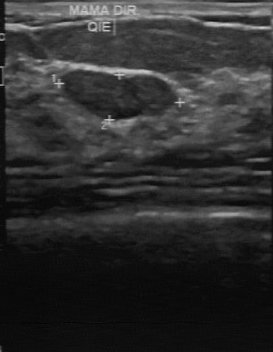
Imaging: breast sonogram.
FINDINGS: Breast sonogram. Pathology: fibroadenoma. BI-RADS (first reader): 3. Lesion margin: regular. Biopsy or follow-up result: benign. Calcifications: absent. Lesion boundary: clear. Independent BI-RADS assessment: 3.
OUTCOME ON BIOPSY OR FOLLOW-UP: benign.